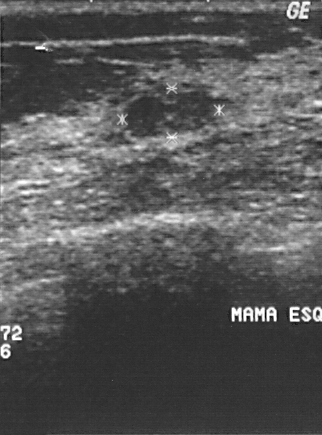
Modality: breast ultrasound scan. Acquired on GE Logiq 5 @10-12MHz.
Lesion characteristics:
- BI-RADS category: 2
- biopsy or follow-up result: benign